Acquired on GE Logiq 7 @10-14MHz. Modality: breast ultrasound image.
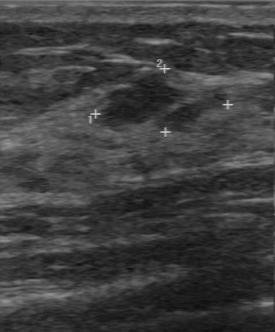
A mass is seen with biopsy result: fibroadenoma, BI-RADS: 3.